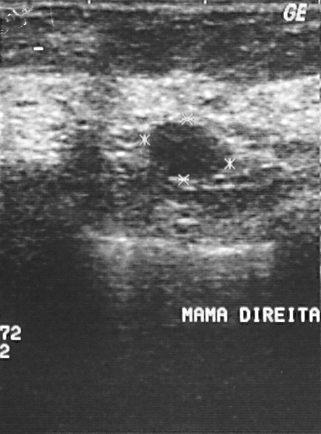
Modality: breast ultrasound.
Pixel coordinates (x1, y1, x2, y2): The lesion is located within the bounding box (149, 122) to (226, 177). The lesion is benign on biopsy or follow-up.